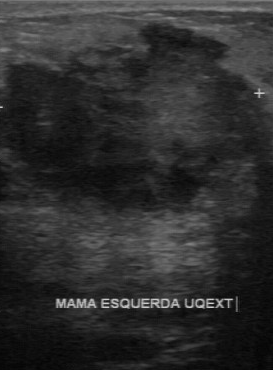
Imaging: breast US.
The second-reader BI-RADS is 4C. Lesion boundary: unclear. Lesion margin: irregular. The internal echoes are heterogeneous. There are no calcifications.